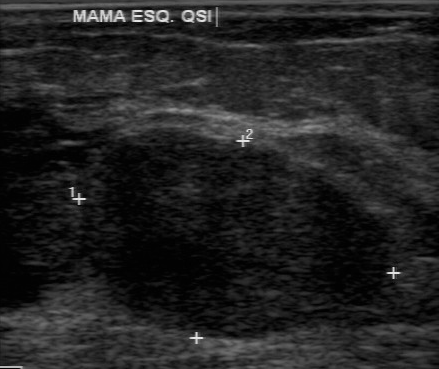
Modality: breast ultrasound.
Original-read BI-RADS category: 4. On a second read by an independent reader: The finding has a regular margin. Boundary: fairly clear. Internally the finding is hypoechoic. No calcifications are seen. The biopsy result was phyllodes tumor; the finding is malignant.